Acquired on GE Logiq 7 @10-14MHz. Imaging: breast sonogram.
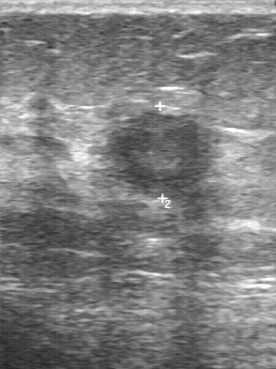
Lesion characteristics:
- boundary: somewhat unclear
- margin: partially regular
- calcifications: none
- echogenicity: slightly hypoechoic
- confirmed outcome (biopsy or follow-up): malignant